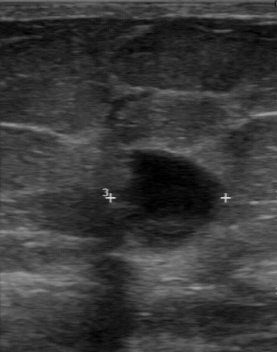
Modality: breast US.
- BI-RADS assessment: 3